Background echotexture is heterogeneous: predominantly fibroglandular. Modality: breast ultrasound image.
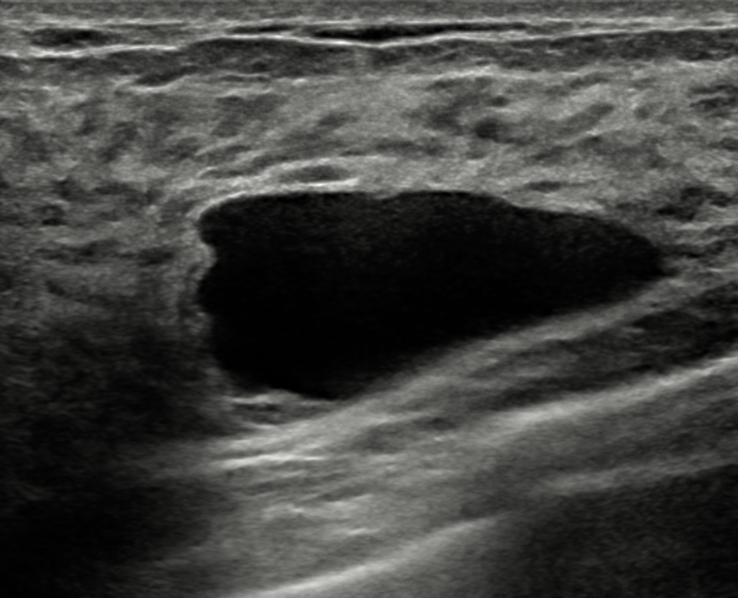
An oval, anechoic lesion with a circumscribed margin is seen. There is posterior acoustic enhancement. BI-RADS assessment: 2; biopsy or follow-up result: benign. Radiologist's impression: Simple cyst; Complex cyst / Non-simple cyst.